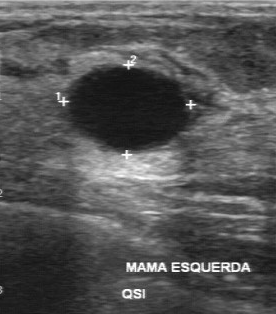
Modality: breast ultrasound.
Original-read BI-RADS category: 2.
On a second read by an independent reader:
The breast lesion is anechoic.
No calcifications are seen.
The margin is regular.
Its boundary is clear.
Biopsy showed cyst, a benign finding.